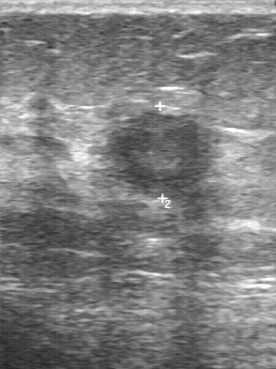
Modality: breast ultrasound scan.
FINDINGS: Biopsy or follow-up result: malignant. BI-RADS (second read): 4A. Original BI-RADS: 4. Boundary: somewhat unclear.
OUTCOME ON BIOPSY OR FOLLOW-UP: malignant.